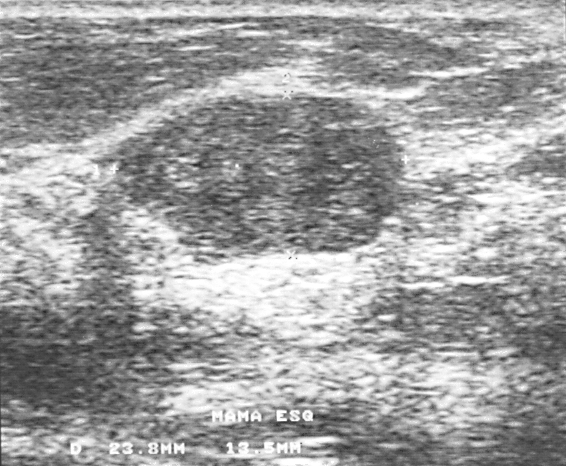
Breast ultrasound scan. Scanner: GE Logiq 5 @10-12MHz.
(coordinates in a 566x466 pixel frame) Lesion region of interest: top-left (112, 94), bottom-right (405, 263). The breast lesion is benign on biopsy or follow-up.